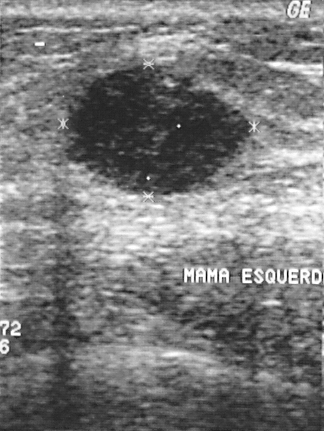
B-mode breast ultrasound.
Outcome on biopsy or follow-up: malignant. BI-RADS 2.